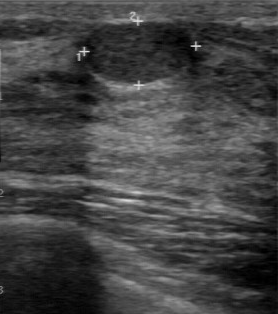
Modality: breast sonogram.
FINDINGS: Breast sonogram. BI-RADS: 2.
OUTCOME ON BIOPSY OR FOLLOW-UP: benign.